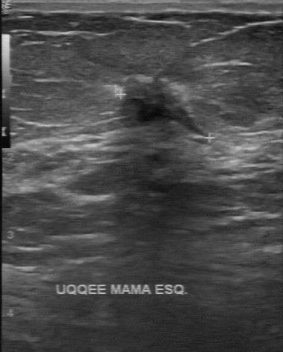
Modality: breast ultrasound image.
The confirmed outcome (biopsy or follow-up) is malignant. Biopsy result: invasive ductal carcinoma. BI-RADS: 4.